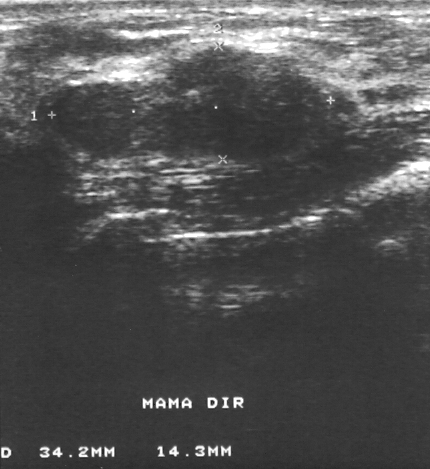
Modality: B-mode breast ultrasound.
Coordinates are pixels in the 430x469 image. Lesion region of interest: [50, 46, 331, 165]. The lesion is benign on biopsy or follow-up.